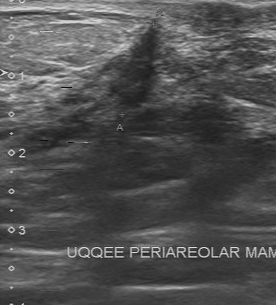
Modality: breast ultrasound image.
The biopsy result is invasive lobular carcinoma. BI-RADS is 4. Biopsy or follow-up result: malignant.